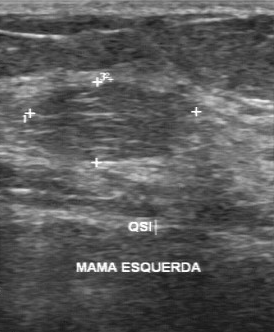
Breast ultrasound image.
Breast lesion: benign on biopsy or follow-up. BI-RADS 2.